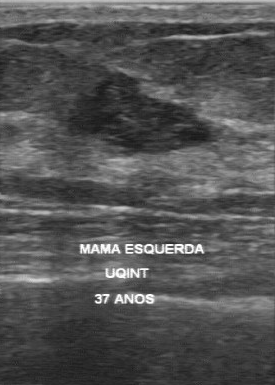
Breast ultrasound image.
This breast ultrasound image shows a breast lesion with somewhat unclear boundary, partially regular margin, calcifications: absent, hypoechoic echo pattern, pathology: fibroadenoma.